Imaging: breast ultrasound.
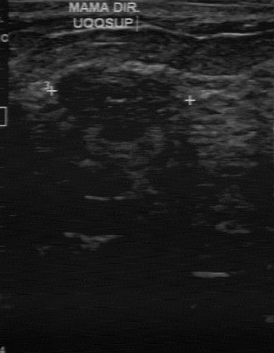
This breast ultrasound shows a lesion with BI-RADS assessment: 3, outcome on biopsy or follow-up: benign.